Modality: B-mode breast ultrasound.
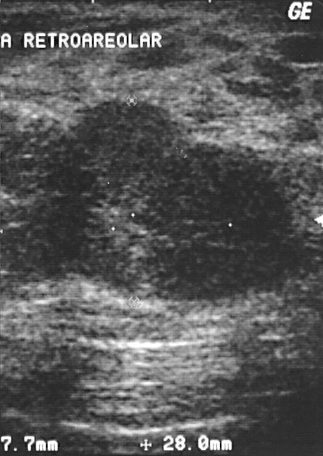
BI-RADS is 4. Biopsy or follow-up result: benign.